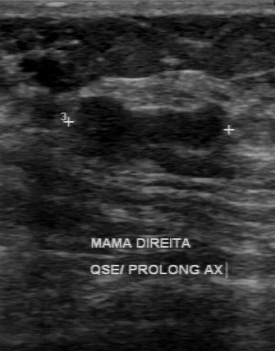
Breast ultrasound.
The lesion margin is regular. Histopathology: fibroadenoma. Echo pattern is hypoechoic. There are no calcifications. Lesion boundary is fairly clear.